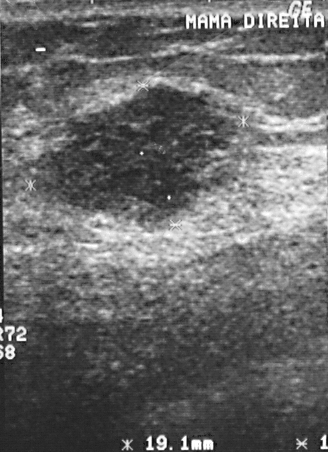
Modality: breast ultrasound.
Pixel coordinates (x1, y1, x2, y2): Mass bounding box: (26, 82) to (249, 230). The mass is malignant on biopsy or follow-up.